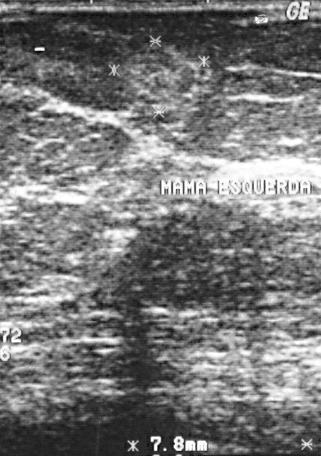
Modality: breast sonogram.
A lesion is seen. Assessment: BI-RADS 2. Pathology confirmed benign lipoma.